B-mode breast ultrasound.
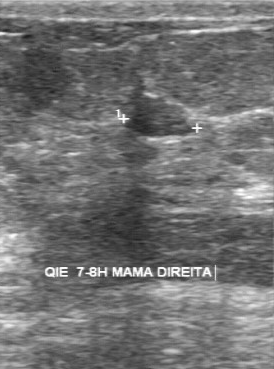
BI-RADS: 3. Outcome on biopsy or follow-up is benign. Biopsy result is sclerosing adenosis.